39-year-old patient. Modality: breast US.
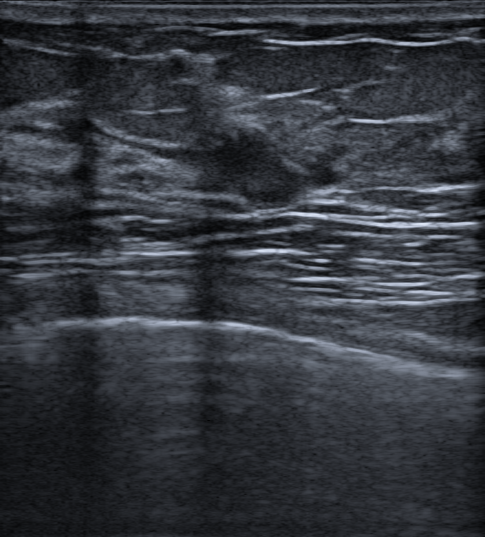
(coordinates in a 485x537 pixel frame) The lesion occupies approximately (208, 124) to (306, 209).